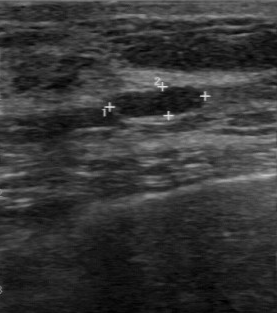
Imaging: breast sonogram.
BI-RADS 2 in the original read. The following findings are from a second reader, independent of the original assessment. The margin is regular. Boundary: clear. Echo pattern: hypoechoic. Calcifications: none. Biopsy showed fibroadenoma, a benign finding.